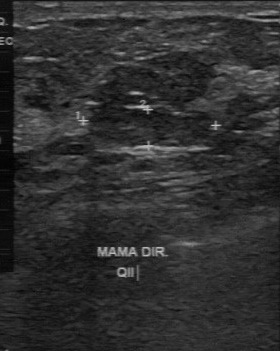
Imaging: breast ultrasound scan.
BI-RADS 3 in the original read. Descriptors from an independent second read (not the reader who assigned the category): No calcifications are seen. Margin: partially regular. Echo pattern: slightly hypoechoic. Boundary: somewhat unclear. The biopsy result was cyst; the mass is benign.